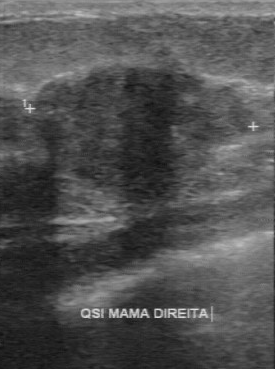
Imaging: breast sonogram.
Pixel coordinates (x1, y1, x2, y2): Breast lesion bounding box: top-left (28, 65), bottom-right (255, 215).